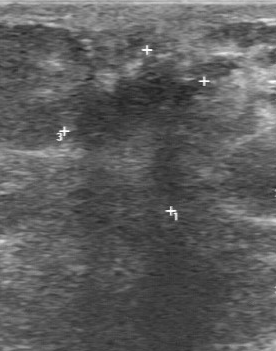
Imaging: breast ultrasound scan.
Outcome on biopsy or follow-up: malignant. (BI-RADS category 5.)